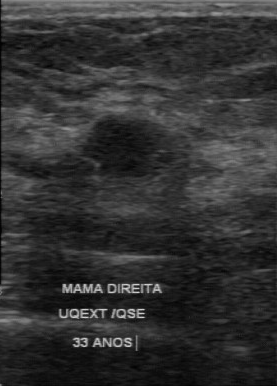
Imaging: breast ultrasound.
FINDINGS: Breast ultrasound. Boundary: clear. BI-RADS on independent re-read: 3. Calcifications: absent. Original BI-RADS: 4. Echo pattern: hypoechoic.